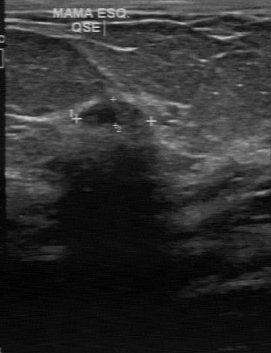
Imaging: breast ultrasound.
BI-RADS 2 in the original read. A second, independent read describes the finding as follows. Internally the finding is slightly hypoechoic. The margin is regular. Boundary: fairly clear. Calcifications: none. Biopsy showed fibroadenoma, a benign finding.